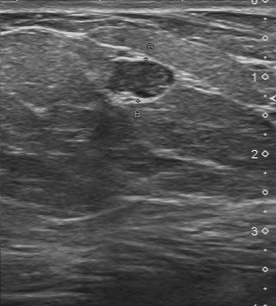
Breast sonogram.
Outcome on biopsy or follow-up: benign.